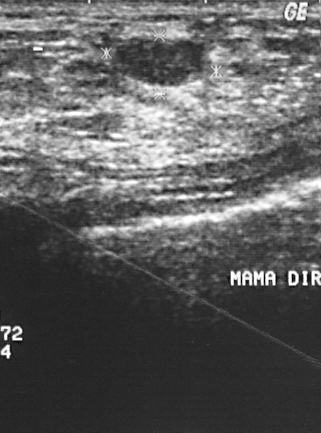
Imaging: breast ultrasound image.
Outcome on biopsy or follow-up: benign. Assigned BI-RADS 2. Histopathology: fibroadenoma.